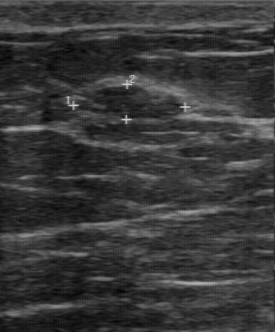
Modality: breast sonogram. Scanner: GE Logiq 7 @10-14MHz.
Lesion characteristics:
- calcifications: absent
- confirmed outcome (biopsy or follow-up): benign
- echo pattern: hypoechoic
- margin: regular
- biopsy result: fibroadenoma
- boundary: clear